Breast ultrasound scan.
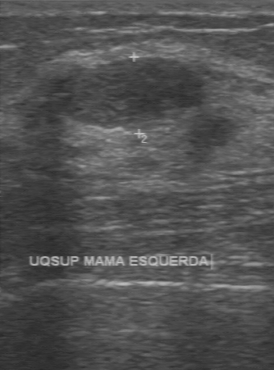
FINDINGS: Calcifications: absent. Lesion boundary: clear. Lesion margin: regular. Echogenicity: hypoechoic.